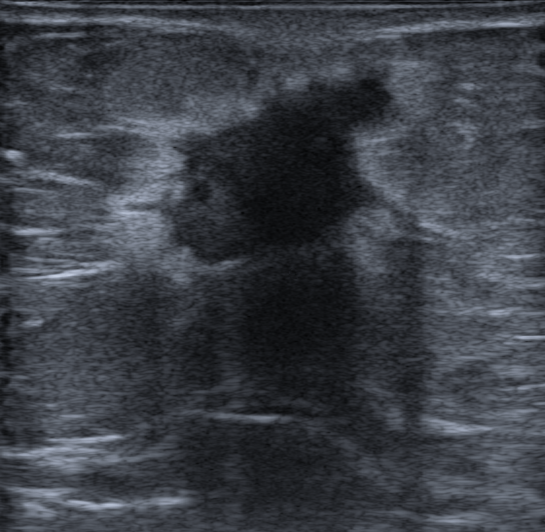
Modality: breast US. Background tissue composition: heterogeneous: predominantly fat.
- echogenicity: hypoechoic
- posterior acoustic features: shadowing
- skin thickening: present
- shape: irregular
- histopathology: Invasive carcinoma of no special type (NST)
- calcifications: none
- echogenic halo: present
- verification: confirmed by biopsy
- lesion margin: not circumscribed - spiculated and angular and microlobulated and indistinct
- BI-RADS category: 5